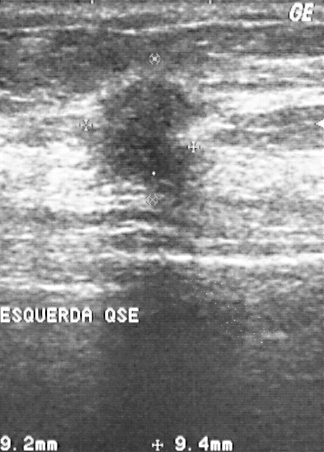
Imaging: B-mode breast ultrasound.
BI-RADS assessment: 4. The breast lesion is malignant on biopsy or follow-up. Biopsy showed invasive ductal carcinoma.